Acquired on GE Logiq 5 @10-12MHz. Modality: breast ultrasound.
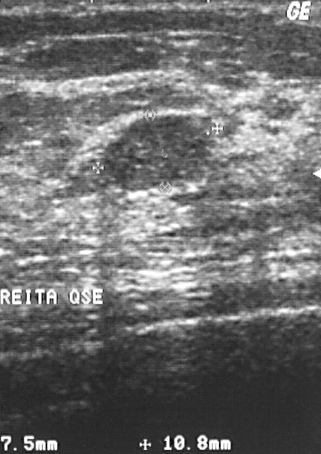
Coordinates are pixels in the 321x454 image. The mass is located within the bounding box (101, 116) to (207, 191). The mass is benign on biopsy or follow-up. BI-RADS 2.